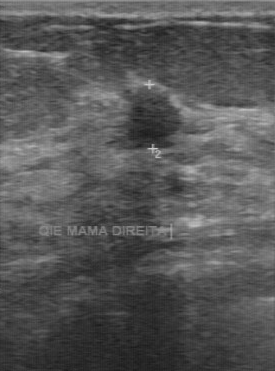
Imaging: breast ultrasound scan. Acquired on GE Logiq 7 @10-14MHz.
Confirmed outcome (biopsy or follow-up): benign. Internal echoes: hypoechoic. Original BI-RADS: 4. Margin: regular. Lesion boundary: somewhat unclear. BI-RADS on independent re-read: 3.